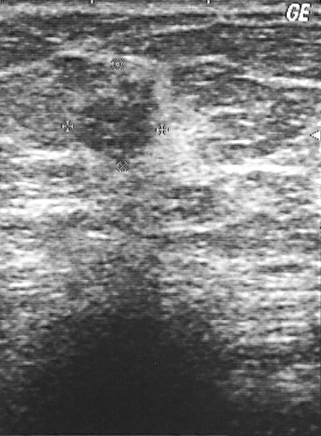
Modality: breast sonogram.
BI-RADS assessment: 4. Biopsy showed invasive ductal carcinoma. Outcome on biopsy or follow-up: malignant.